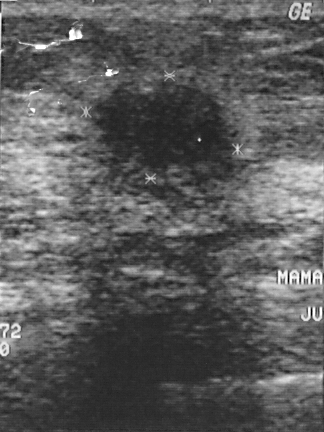
Breast US.
FINDINGS: BI-RADS category: 4.
OUTCOME ON BIOPSY OR FOLLOW-UP: malignant.